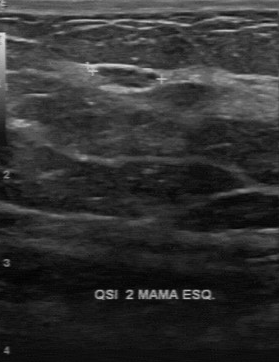
Modality: breast US.
This breast US shows a mass with biopsy or follow-up result: benign, pathology: sclerosing adenosis, clear lesion boundary, regular margin, BI-RADS (second read): 2, slightly hypoechoic echo pattern, calcifications: none.